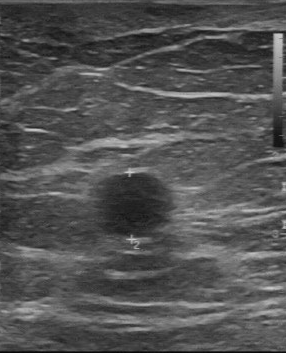
Breast ultrasound scan.
A lesion is seen with BI-RADS category: 2, histopathology: cyst.